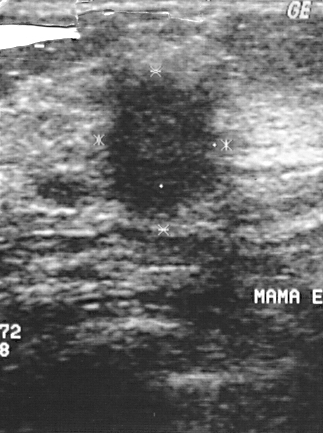
Acquired on GE Logiq 5 @10-12MHz. Modality: breast US.
A finding is present on this breast US. Assessment: BI-RADS 4. The biopsy result was invasive ductal carcinoma; the finding is malignant.